Breast ultrasound scan.
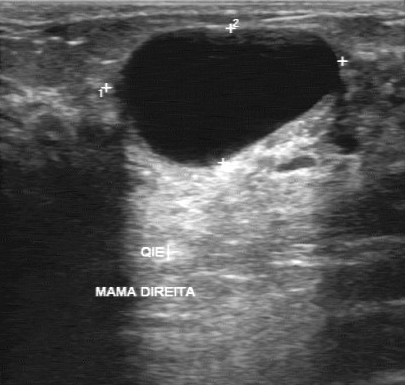
This breast ultrasound scan shows a breast lesion with confirmed outcome (biopsy or follow-up): benign, pathology: cyst, BI-RADS category: 2.